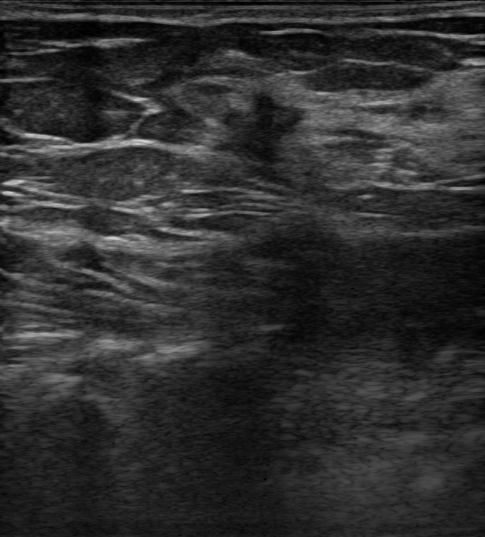
62-year-old patient. Background echotexture is homogeneous: fat. Modality: breast US.
FINDINGS: Echo pattern: hypoechoic. Radiologist impression: Suspicion of malignancy. Verification: confirmed by biopsy. Lesion margin: not circumscribed - spiculated. Shape: irregular. Calcifications: none. Histopathology: Invasive carcinoma of no special type (NST). BI-RADS assessment: 5. Outcome on biopsy or follow-up: malignant.
OUTCOME ON BIOPSY OR FOLLOW-UP: malignant.